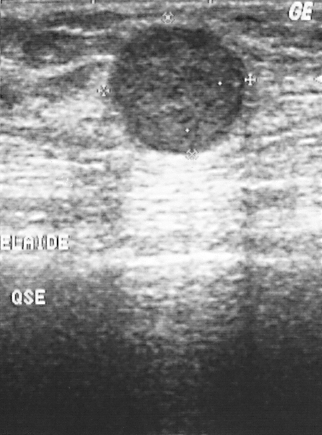
Scanner: GE Logiq 5 @10-12MHz. Breast US.
Breast lesion: malignant on biopsy or follow-up. (BI-RADS category 2.)